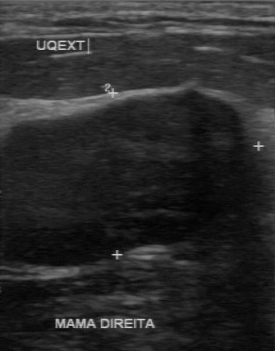
Scanner: GE Logiq 7 @10-14MHz. Breast ultrasound image.
Finding: lesion, benign on biopsy or follow-up.